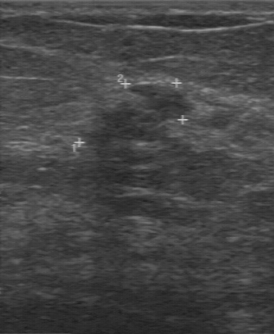
Modality: breast sonogram.
This breast sonogram shows a mass, malignant on biopsy or follow-up.